Acquired on GE Logiq 7 @10-14MHz. Modality: breast ultrasound scan.
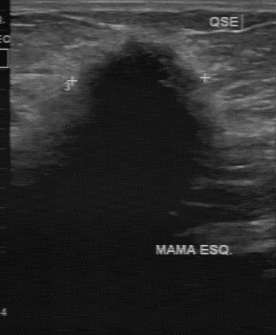
FINDINGS: Outcome on biopsy or follow-up: malignant. Histopathology: invasive lobular carcinoma. BI-RADS: 4.
OUTCOME ON BIOPSY OR FOLLOW-UP: malignant.